Modality: breast US.
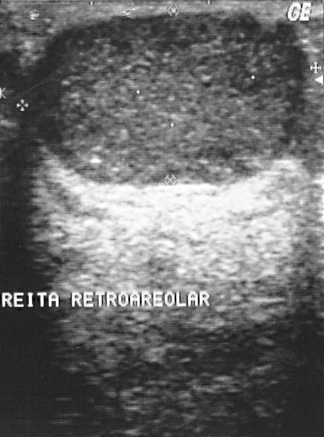
Finding: mass, benign on biopsy or follow-up. (BI-RADS category 2.)